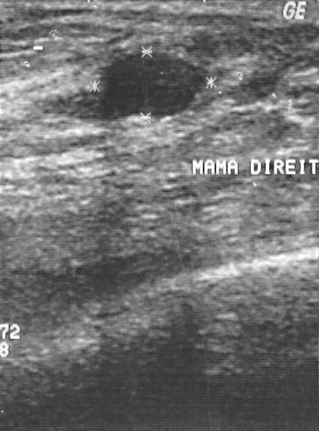
Modality: breast ultrasound.
Pixel coordinates (x1, y1, x2, y2): Segment the finding: bounding box 98 52 203 119. The finding is benign on biopsy or follow-up.